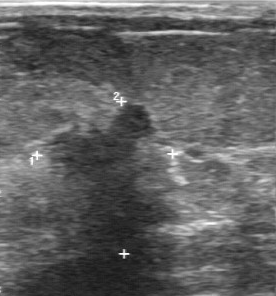
Imaging: breast ultrasound image.
Lesion characteristics:
- biopsy or follow-up result: malignant
- margin: irregular
- boundary: unclear
- echo pattern: hypoechoic
- calcifications: none